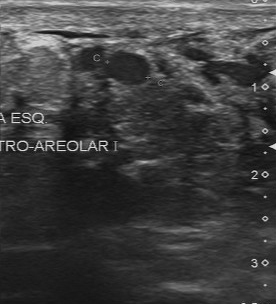
Imaging: breast sonogram.
A mass is seen with calcifications: absent, regular lesion margin, clear lesion boundary, biopsy result: apocrine metaplasia, hypoechoic internal echoes, outcome on biopsy or follow-up: benign.